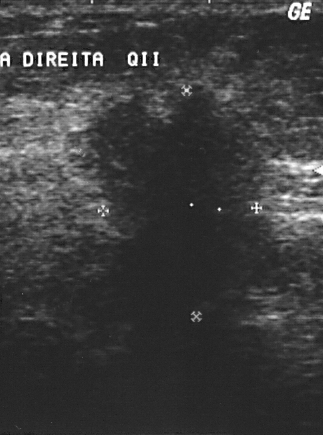
Modality: breast ultrasound image.
A finding is seen. Assessment: BI-RADS 5. Pathology confirmed malignant invasive ductal carcinoma.